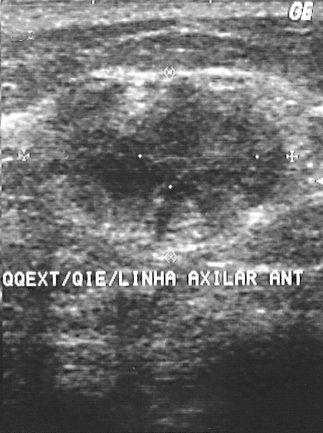
Breast ultrasound image. Acquired on GE Logiq 5 @10-12MHz.
Pixel coordinates (x1, y1, x2, y2): The finding is located within the bounding box (43, 72) to (285, 244). The finding is malignant on biopsy or follow-up. BI-RADS 4.